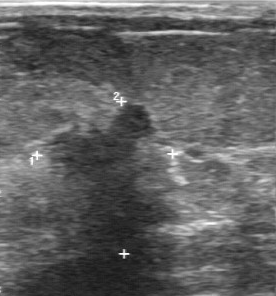
Imaging: B-mode breast ultrasound.
The lesion is malignant on biopsy or follow-up. BI-RADS 5.